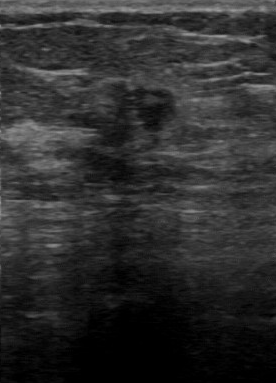
Modality: breast ultrasound image.
BI-RADS assessment: 4.
OUTCOME ON BIOPSY OR FOLLOW-UP: malignant.